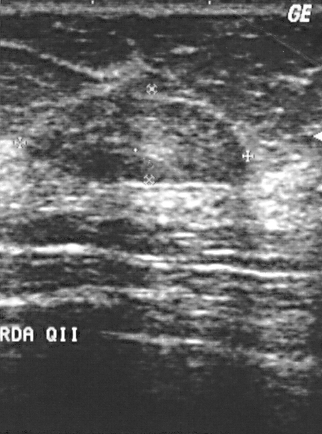
Scanner: GE Logiq 5 @10-12MHz. Modality: B-mode breast ultrasound.
- histopathology: fibrocystic changes
- BI-RADS category: 2